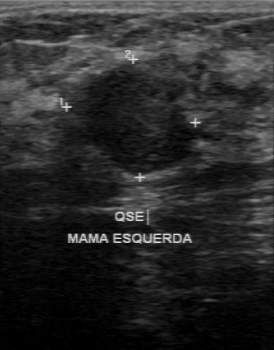
Breast sonogram.
The mass was assessed as BI-RADS 4 by the original reader. Findings on the second read (an independent reader): a hypoechoic mass, margin partially regular, boundary clear. No calcifications are seen. Pathology confirmed benign fibroadenoma.